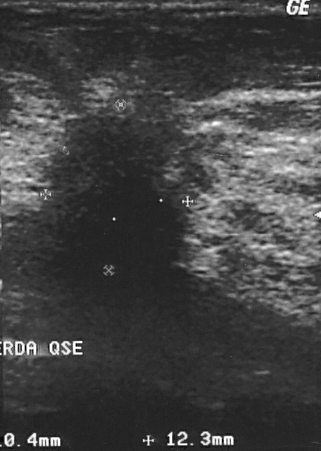
Imaging: breast ultrasound scan.
Outcome on biopsy or follow-up: malignant.
Biopsy showed invasive ductal carcinoma, a malignant finding.
BI-RADS assessment: 4.